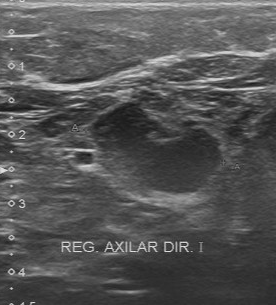
Imaging: B-mode breast ultrasound.
The boundary is fairly clear. The echogenicity is slightly hypoechoic. There are no calcifications. Outcome on biopsy or follow-up is benign. Pathology is hyperplasia. Contour: partially regular.